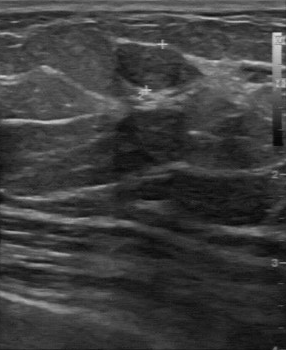
B-mode breast ultrasound.
This B-mode breast ultrasound shows a finding with histopathology: fibroadenoma, calcifications: none, regular margin, clear lesion boundary, outcome on biopsy or follow-up: benign, slightly hypoechoic echo pattern.